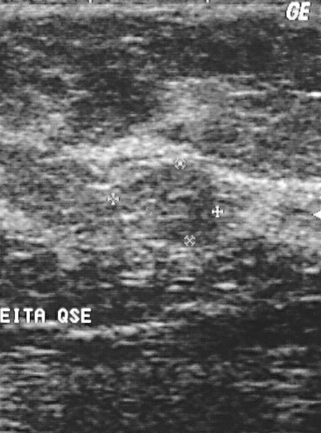
Scanner: GE Logiq 5 @10-12MHz. Modality: breast ultrasound image.
A breast lesion is seen. It was assessed as BI-RADS 2. Pathology confirmed benign fibroadenoma.